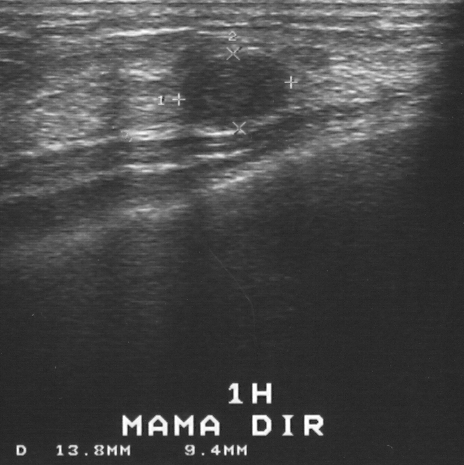
Imaging: breast sonogram. Acquired on GE Logiq 5 @10-12MHz.
BI-RADS category 3. The biopsy result was fibroadenoma; the mass is benign. Outcome on biopsy or follow-up: benign.